Modality: breast ultrasound scan.
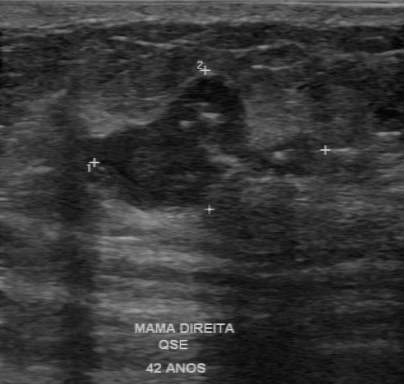
Original-read BI-RADS category: 4. A second, independent read describes the breast lesion as follows. The breast lesion contains multiple clustered microcalcifications. The breast lesion is heterogeneous. Its boundary is clear. The breast lesion has an irregular margin. Biopsy showed sclerosing adenosis, a benign finding.